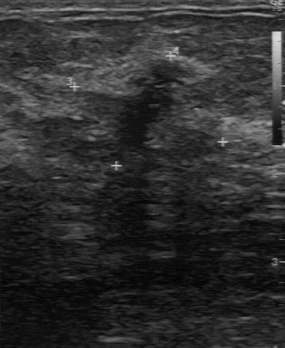
Modality: breast sonogram.
- biopsy or follow-up result: benign
- echogenicity: slightly hypoechoic
- calcifications: none
- BI-RADS (second read): 4B
- histopathology: fibrocystic changes